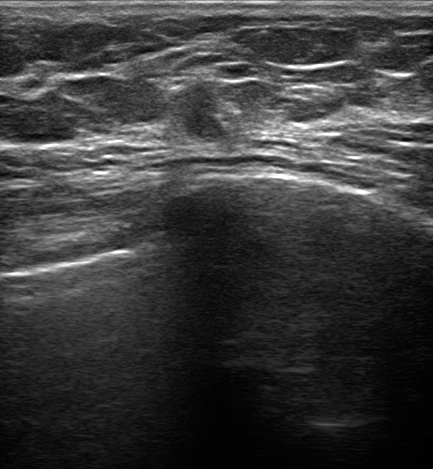
Breast ultrasound scan.
The mass is malignant on biopsy or follow-up. BI-RADS 4C.